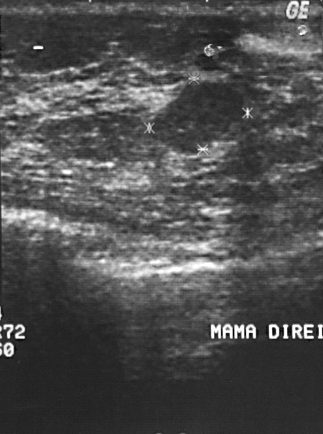
Modality: breast ultrasound image. Acquired on GE Logiq 5 @10-12MHz.
A mass is present on this breast ultrasound image. Assessment: BI-RADS 2. Biopsy showed fibroadenoma, a benign finding.